Modality: breast ultrasound image. Scanner: GE Logiq 7 @10-14MHz.
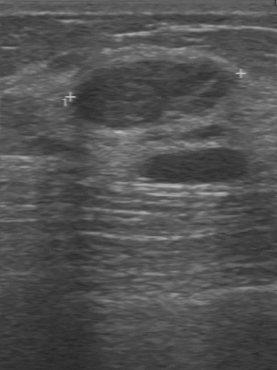
The lesion is benign on biopsy or follow-up. BI-RADS 2.